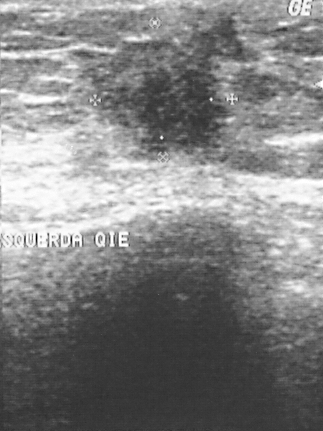
Breast sonogram.
A lesion is seen. BI-RADS category 4. Histopathology: invasive ductal carcinoma (malignant).